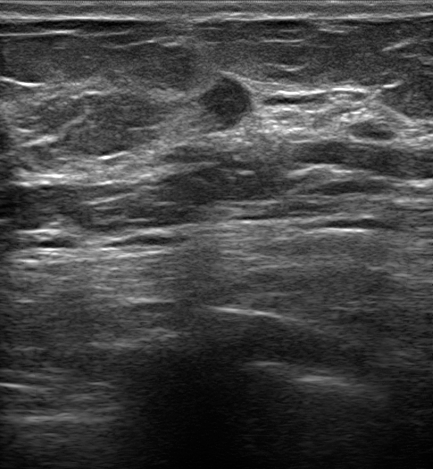
Age 64. Breast US.
There are no calcifications. Echogenicity: hypoechoic. The BI-RADS is 5. Shape: irregular. There are no posterior acoustic features. The outcome on biopsy or follow-up is malignant. Borders: not circumscribed - indistinct. Echogenic halo: present. There is no skin thickening.